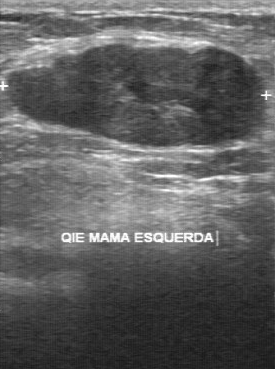
Acquired on GE Logiq 7 @10-14MHz. Modality: breast ultrasound scan.
Biopsy or follow-up result: benign. (BI-RADS category 3.)